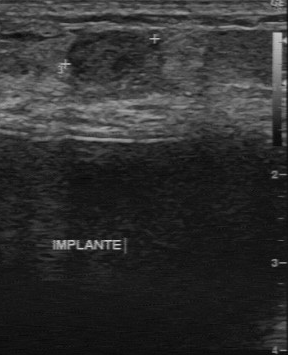
Breast ultrasound scan.
This breast ultrasound scan shows a mass with slightly hypoechoic echo pattern, calcifications: none, independent BI-RADS assessment: 3, outcome on biopsy or follow-up: benign.